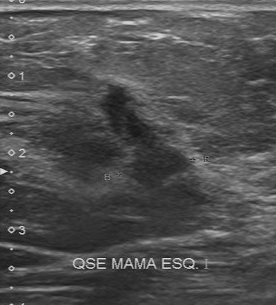
Breast US. Acquired on Toshiba Aplio 300 @12-14 MHz.
FINDINGS: Breast US. Internal echoes: hypoechoic. Margin: irregular. Calcifications: none. Boundary: unclear.
OUTCOME ON BIOPSY OR FOLLOW-UP: malignant.